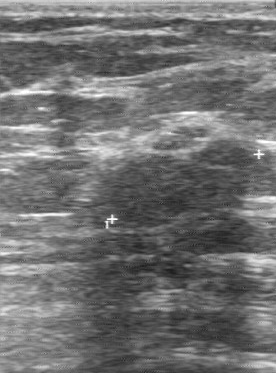
Modality: breast ultrasound.
(coordinates in a 276x373 pixel frame) The mass is located within the bounding box [110, 146, 256, 228].